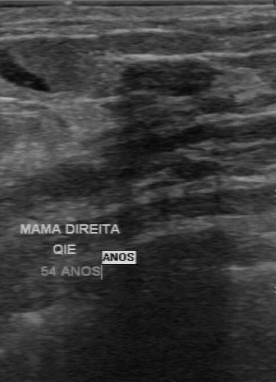
Imaging: B-mode breast ultrasound. Scanner: GE Logiq 7 @10-14MHz.
BI-RADS 3 in the original read. Findings on the second read (an independent reader): a hypoechoic finding, margin regular, boundary clear. Histopathology: fibroadenoma (benign).